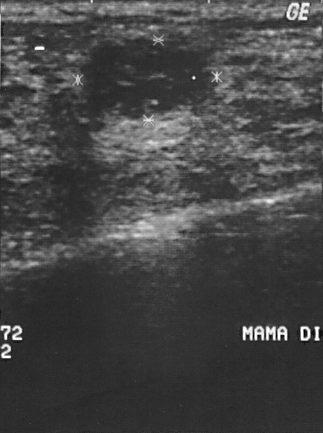
Scanner: GE Logiq 5 @10-12MHz. Modality: breast ultrasound.
The biopsy result was fibroadenoma; the lesion is benign. BI-RADS category 2.